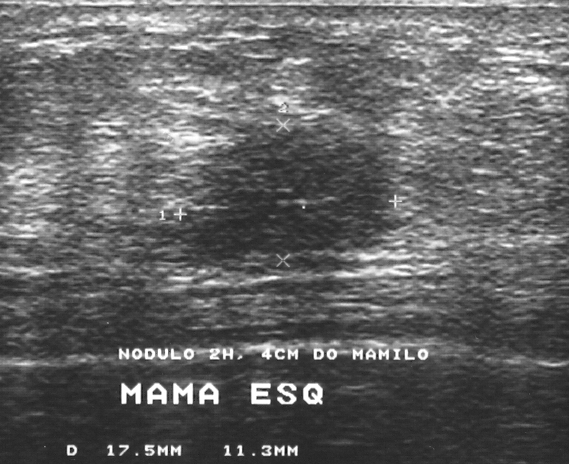
Imaging: breast sonogram.
A finding is seen. Assessment: BI-RADS 4. Pathology confirmed malignant invasive ductal carcinoma.